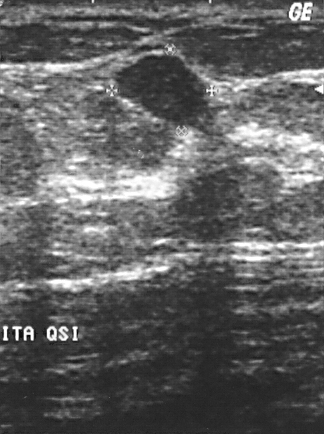
Imaging: breast sonogram.
Lesion characteristics:
- BI-RADS assessment: 2
- biopsy or follow-up result: benign